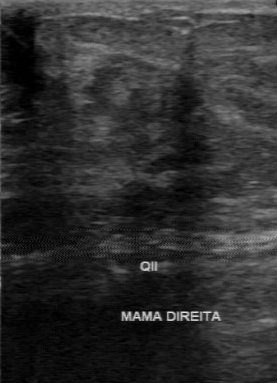
Breast ultrasound. Acquired on GE Logiq 7 @10-14MHz.
The breast lesion was assessed as BI-RADS 4 by the original reader. The following findings are from a second reader, independent of the original assessment. Internally the breast lesion is heterogeneous. Margin: irregular. Boundary: unclear. Calcifications: none. The biopsy result was invasive ductal carcinoma; the breast lesion is malignant.